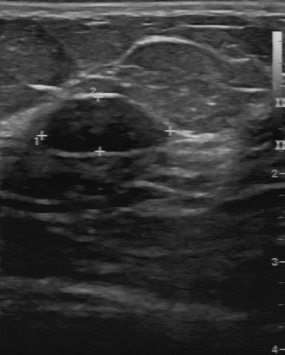
Acquired on GE Logiq 7 @10-14MHz. Modality: breast US.
BI-RADS 3 in the original read; on a second read the margin is regular, the boundary clear and the mass hypoechoic. Calcifications: none. Histopathology: fibroadenoma (benign).